Scanner: GE Logiq 5 @10-12MHz. Modality: breast ultrasound image.
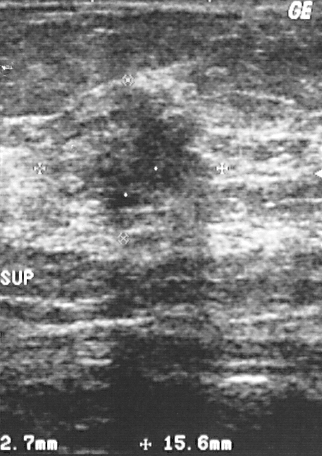
Pathology confirmed invasive ductal carcinoma. BI-RADS assessment: 4. The mass is malignant on biopsy or follow-up.